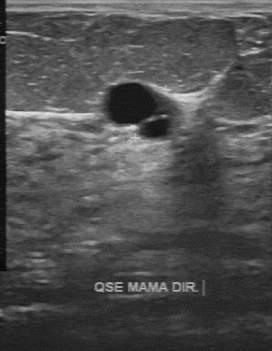
Breast sonogram.
Coordinates are pixels in the 272x351 image. Lesion region of interest: (109,83)-(154,124). The lesion is benign on biopsy or follow-up.